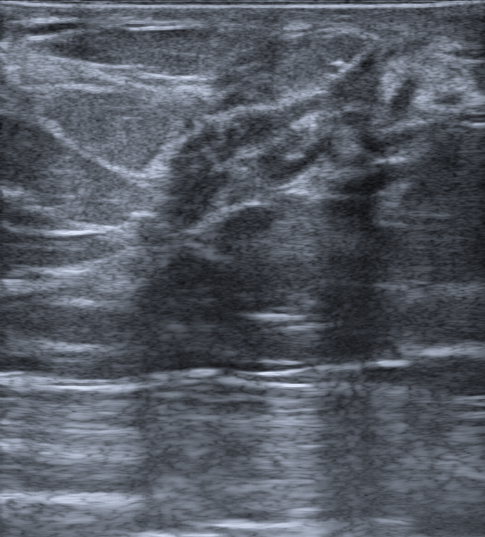
Background tissue composition: heterogeneous: predominantly fat. Imaging: breast ultrasound. Age 56.
This breast ultrasound shows a mass, benign on biopsy or follow-up. (BI-RADS category 4B.)